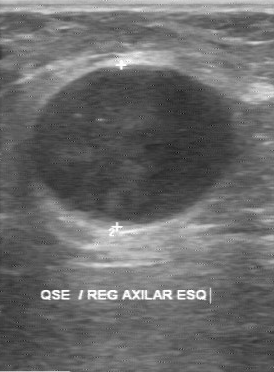
Imaging: breast ultrasound scan.
The original reader assigned BI-RADS 4. The following findings are from a second reader, independent of the original assessment. Boundary: clear. The breast lesion is hypoechoic. The breast lesion has a regular margin. Calcifications: none. Histopathology: adenocarcinoma (malignant).